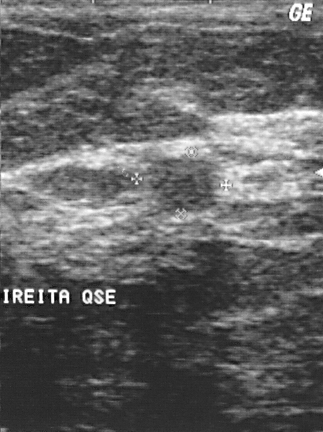
B-mode breast ultrasound. Scanner: GE Logiq 5 @10-12MHz.
Biopsy or follow-up result: benign. BI-RADS 2.